Breast US.
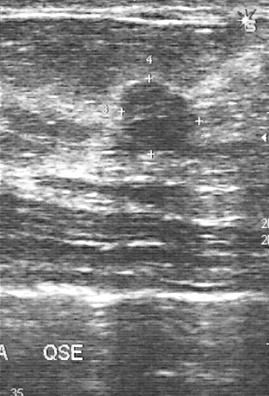
A lesion is seen. Assessment: BI-RADS 3. The biopsy result was fibroadenoma; the lesion is benign.